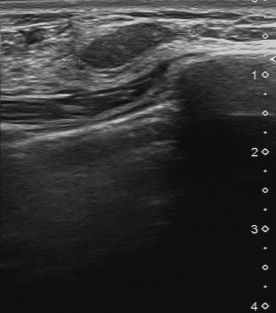
Acquired on Toshiba Aplio 300 @12-14 MHz. B-mode breast ultrasound.
FINDINGS: Echogenicity: slightly hypoechoic. Lesion boundary: clear. Lesion margin: regular. Calcifications: none. BI-RADS (second read): 3.